Modality: breast sonogram.
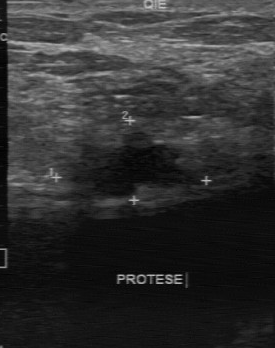
Pixel coordinates (x1, y1, x2, y2): The breast lesion occupies approximately (70,131)-(201,195). The breast lesion is benign on biopsy or follow-up.